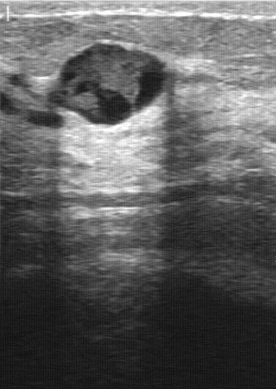
Breast ultrasound scan. Scanner: GE Logiq 7 @10-14MHz.
Finding: lesion, benign on biopsy or follow-up. BI-RADS 4.